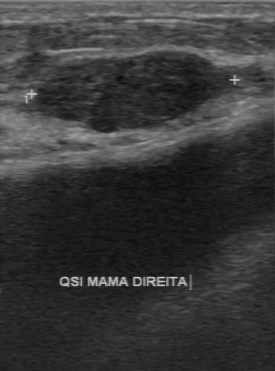
Modality: breast sonogram.
Pixel coordinates (x1, y1, x2, y2): Lesion region of interest: top-left (38, 50), bottom-right (220, 133). BI-RADS 2.